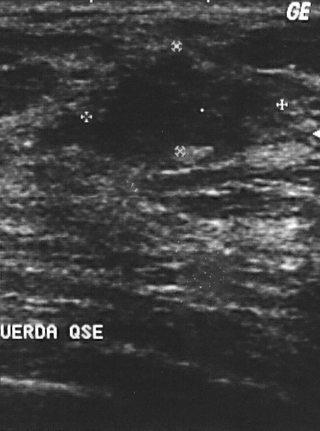
Imaging: breast sonogram.
This breast sonogram shows a mass. Assessment: BI-RADS 4. Histopathology: fibroadenoma (benign).